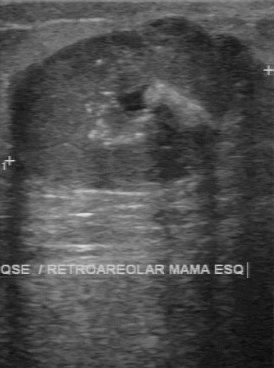
Breast ultrasound image.
Lesion boundary: fairly clear. Margin: partially regular. Calcifications: multiple calcifications. Echo pattern: heterogeneous.
OUTCOME ON BIOPSY OR FOLLOW-UP: malignant.